Modality: breast ultrasound image.
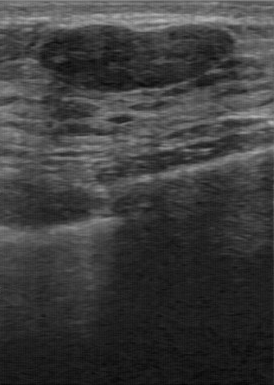
Echogenicity: hypoechoic. Boundary: clear. No calcifications are seen. Contour: regular.